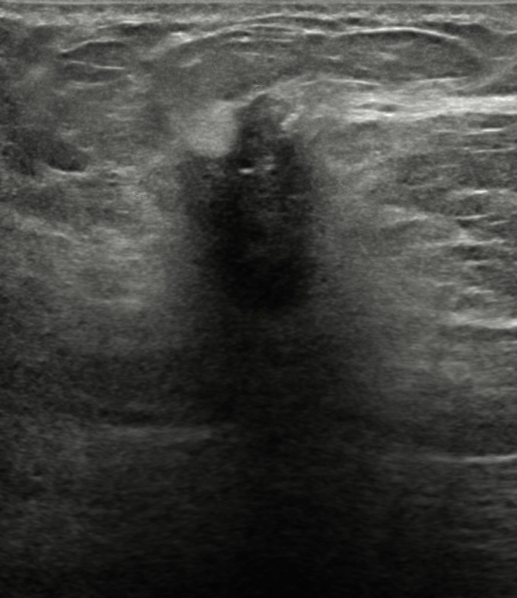
Modality: B-mode breast ultrasound. Background echotexture is homogeneous: fat.
(coordinates in a 517x598 pixel frame) Segment the mass: bounding box 170 86 328 329. The mass is malignant on biopsy or follow-up. BI-RADS 5.